Modality: breast US.
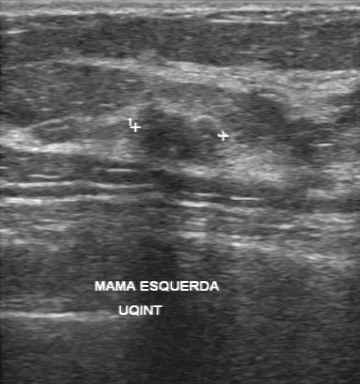
FINDINGS: Pathology: fibroadenoma. BI-RADS: 4.
OUTCOME ON BIOPSY OR FOLLOW-UP: benign.